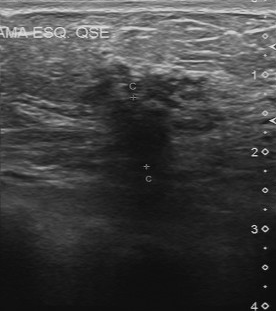
Imaging: breast ultrasound image. Scanner: Toshiba Aplio 300 @12-14 MHz.
Biopsy result: invasive ductal carcinoma. BI-RADS assessment is 4.